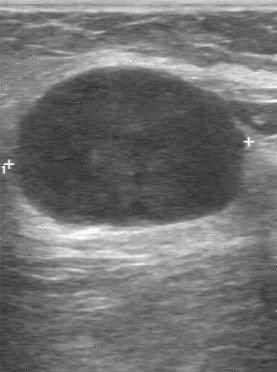
Modality: B-mode breast ultrasound.
Lesion characteristics:
- boundary: clear
- echo pattern: hypoechoic
- calcifications: none
- lesion margin: regular
- confirmed outcome (biopsy or follow-up): malignant